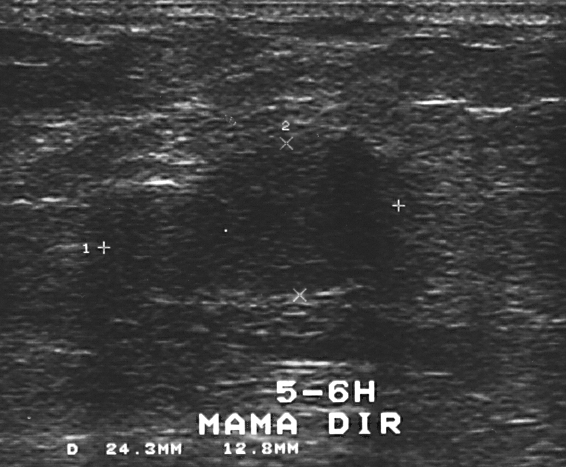
Modality: breast ultrasound image.
This breast ultrasound image shows a breast lesion with BI-RADS: 3.